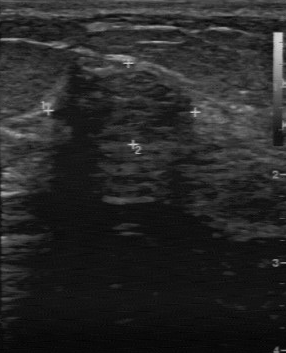
Imaging: breast ultrasound.
Lesion region of interest: (66,72)-(192,134).